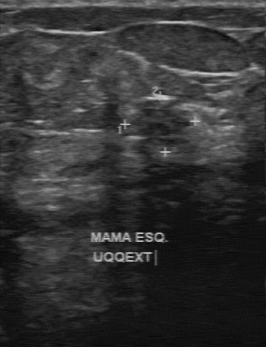
Imaging: breast US.
The mass occupies approximately (128, 100) to (192, 147). The mass is benign on biopsy or follow-up.